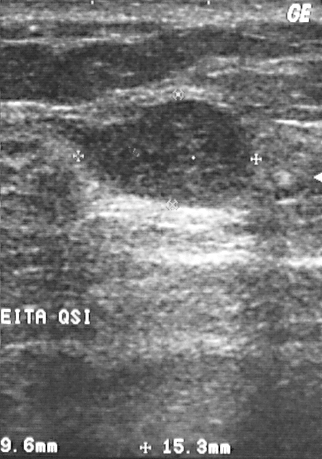
Imaging: breast ultrasound image.
BI-RADS category 2. Outcome on biopsy or follow-up: benign. Biopsy showed fibroadenoma, a benign finding.